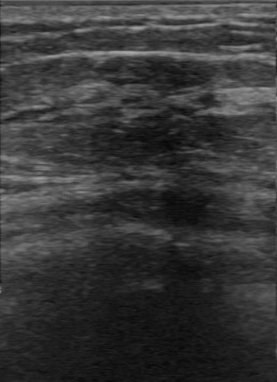
Breast ultrasound scan. Scanner: GE Logiq 7 @10-14MHz.
Pixel coordinates (x1, y1, x2, y2): Lesion region of interest: x1=98, y1=54, x2=218, y2=91. The finding is benign on biopsy or follow-up. BI-RADS 3.